Breast ultrasound.
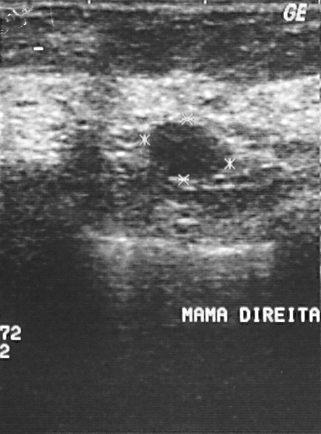
A finding is present on this breast ultrasound. Assessment: BI-RADS 2. The biopsy result was fibroadenoma; the finding is benign.